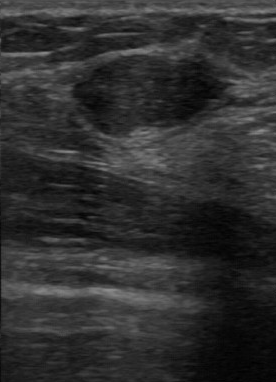
Modality: breast ultrasound image.
The mass was categorized BI-RADS 2 in the original read. On a second, independent read, a mass with a regular margin and a clear boundary is seen; it is hypoechoic. Histopathology: fibroadenoma (benign).